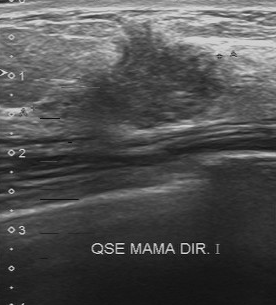
Breast ultrasound.
Biopsy or follow-up result: malignant. BI-RADS 4.